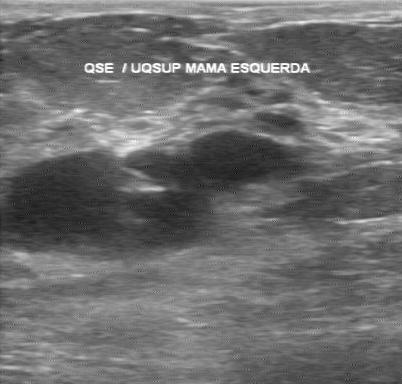
Acquired on GE Logiq 7 @10-14MHz. Modality: breast ultrasound.
The original reader assigned BI-RADS 2. Findings on the second read (an independent reader): a hypoechoic finding, margin regular, boundary clear. Calcifications: none. Biopsy showed cyst, a benign finding.